Imaging: B-mode breast ultrasound. Scanner: GE Logiq 5 @10-12MHz.
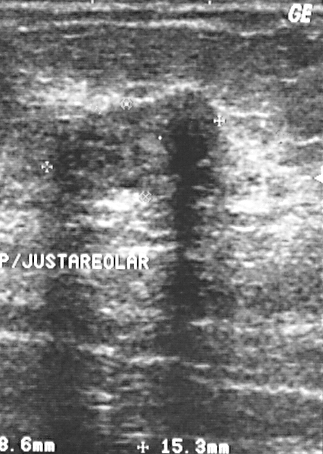
A lesion is seen. It was assessed as BI-RADS 3. Histopathology: intraductal papilloma (benign).